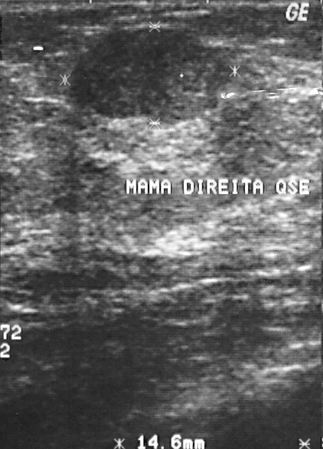
Modality: breast sonogram.
Lesion region of interest: (71, 29) to (224, 124). The lesion is benign on biopsy or follow-up.